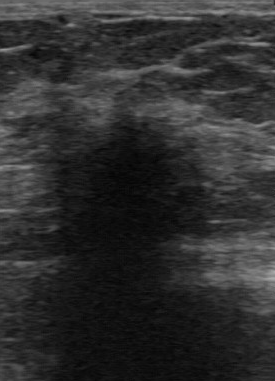
Imaging: breast ultrasound scan.
This breast ultrasound scan shows a lesion, malignant on biopsy or follow-up.